Breast ultrasound.
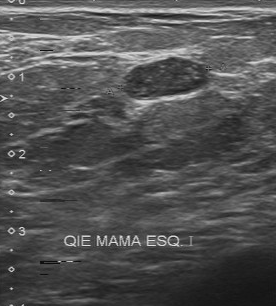
FINDINGS: Contour: regular. Internal echoes: slightly hypoechoic. Calcifications: multiple calcifications. Pathology: fibroadenoma. Confirmed outcome (biopsy or follow-up): benign. Lesion boundary: clear.